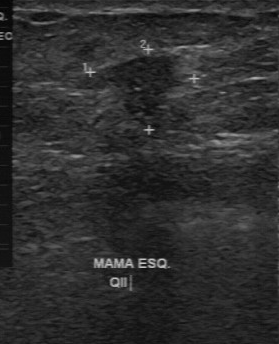
Modality: breast sonogram.
BI-RADS 4 in the original read; on a second read the margin is partially regular, the boundary somewhat unclear and the finding slightly hypoechoic. No calcifications are seen. Biopsy showed invasive ductal carcinoma, a malignant finding.